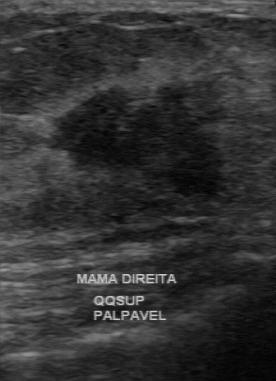
Breast US. Acquired on GE Logiq 7 @10-14MHz.
Original-read BI-RADS category: 4. Descriptors from an independent second read (not the reader who assigned the category): The breast lesion has an irregular margin. No calcifications are seen. Echo pattern: hypoechoic. The lesion boundary is unclear. Histopathology: invasive ductal carcinoma (malignant).